Breast US.
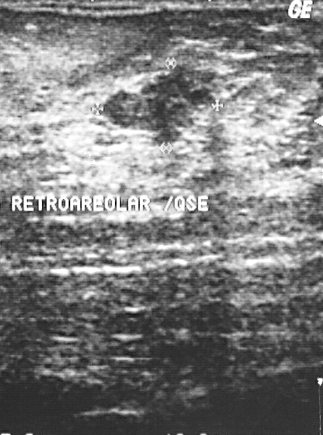
This breast lesion proved benign on biopsy or follow-up. Biopsy showed fibrocystic changes. BI-RADS assessment: 4.